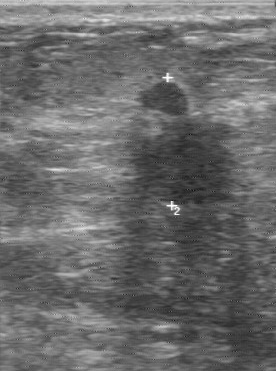
Breast ultrasound scan.
Finding: mass, malignant on biopsy or follow-up. (BI-RADS category 4.)